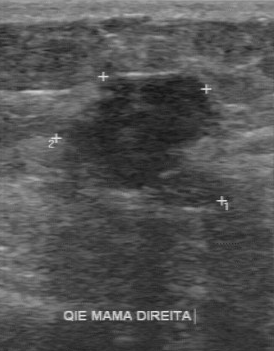
Imaging: breast ultrasound image.
(coordinates in a 274x351 pixel frame) The mass is located within the bounding box (59, 75) to (212, 189).